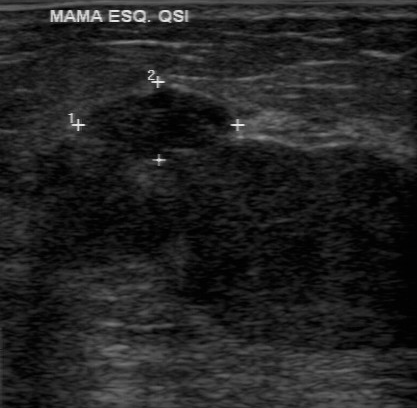
Breast ultrasound. Acquired on GE Logiq 7 @10-14MHz.
Segment the lesion: bounding box top-left (81, 88), bottom-right (238, 160). The lesion is malignant on biopsy or follow-up.